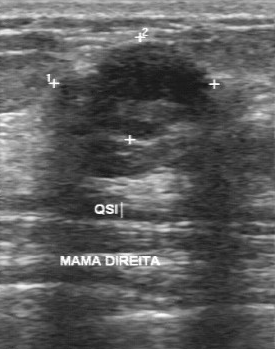
Imaging: breast sonogram.
FINDINGS: Calcifications: none. Echogenicity: heterogeneous. BI-RADS (first reader): 3. Boundary: somewhat unclear. BI-RADS (second read): 4A. Margin: partially regular.
OUTCOME ON BIOPSY OR FOLLOW-UP: benign.